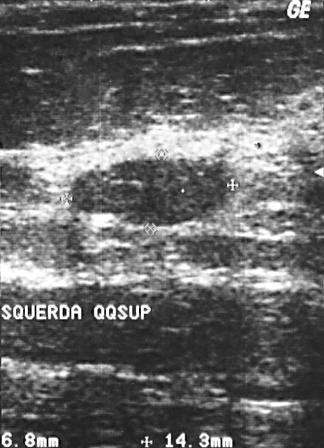
Modality: breast ultrasound image.
- BI-RADS category: 2
- biopsy or follow-up result: benign